Imaging: breast sonogram.
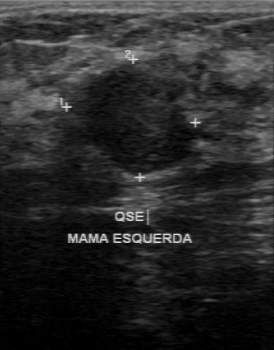
Boundary: clear. No calcifications are seen. Confirmed outcome (biopsy or follow-up): benign. Lesion margin: partially regular. The internal echoes are hypoechoic.